Acquired on GE Logiq 7 @10-14MHz. Modality: breast ultrasound scan.
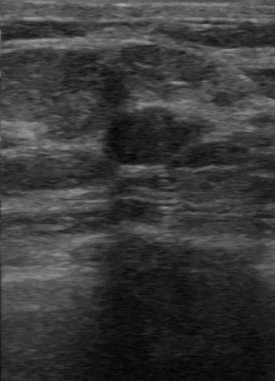
The original reader assigned BI-RADS 3. The following findings are from a second reader, independent of the original assessment. No calcifications are seen. The lesion is hypoechoic. The lesion boundary is clear. The lesion has a regular margin. Histopathology: fibroadenoma (benign).